Breast ultrasound.
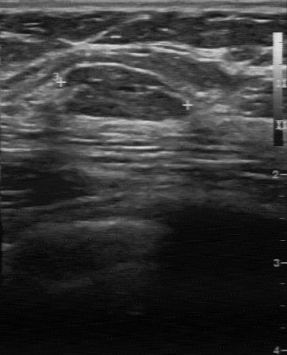
BI-RADS 2 in the original read. A second, independent read describes the finding as follows. No calcifications are seen. Internally the finding is slightly hypoechoic. Boundary: clear. The finding has a partially regular margin. Biopsy showed fibroadenoma, a benign finding.